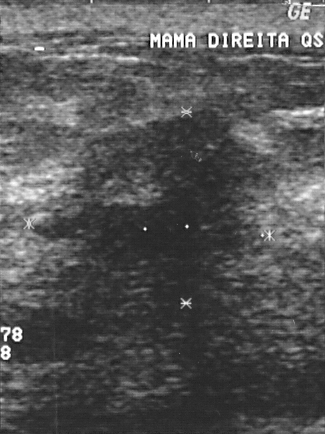
Imaging: B-mode breast ultrasound.
(coordinates in a 325x434 pixel frame) The breast lesion occupies approximately (33, 110) to (260, 295). The breast lesion is malignant on biopsy or follow-up.